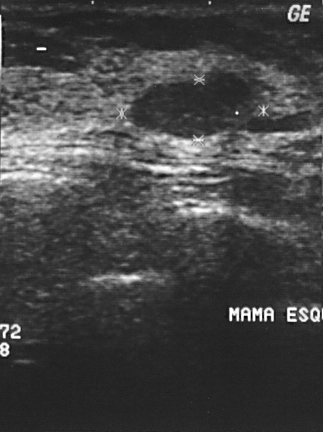
B-mode breast ultrasound.
Assigned BI-RADS 2.
Biopsy showed fibroadenoma, a benign finding.